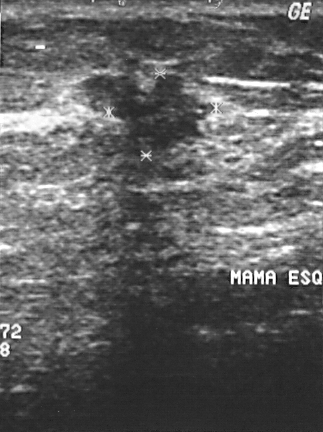
Modality: B-mode breast ultrasound.
The lesion is malignant on biopsy or follow-up. (BI-RADS category 4.)